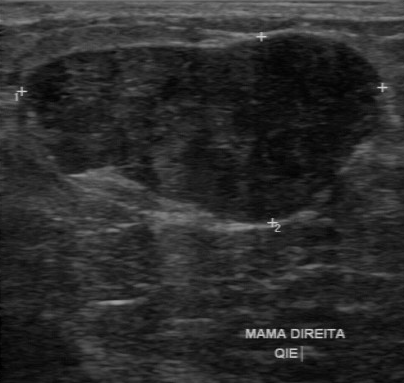
Scanner: GE Logiq 7 @10-14MHz. Modality: breast ultrasound scan.
Biopsy or follow-up result: benign.